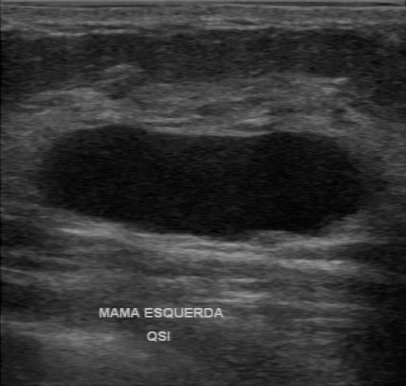
Modality: breast ultrasound image. Scanner: GE Logiq 7 @10-14MHz.
The original reader assigned BI-RADS 2.
Descriptors from an independent second read (not the reader who assigned the category):
Margin: regular.
Its boundary is clear.
Echo pattern: hypoechoic.
Calcifications: none.
Histopathology: cyst (benign).